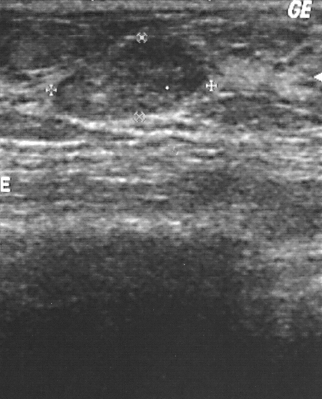
Modality: breast ultrasound.
A mass is seen with BI-RADS assessment: 2.